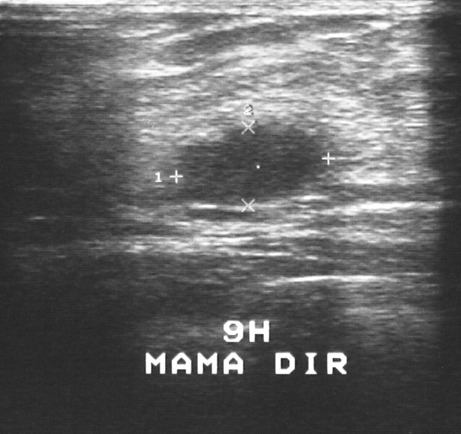
Modality: B-mode breast ultrasound.
Outcome on biopsy or follow-up: benign. The mass is assessed as BI-RADS 3. Histopathology: fibroadenoma (benign).